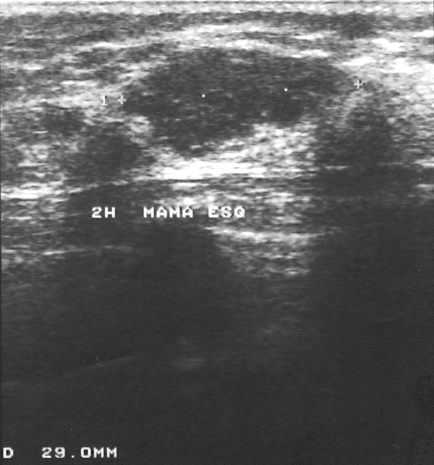
Breast ultrasound scan. Scanner: GE Logiq 5 @10-12MHz.
Biopsy showed fibroadenoma, a benign finding. BI-RADS assessment: 4. Outcome on biopsy or follow-up: benign.